Breast ultrasound scan.
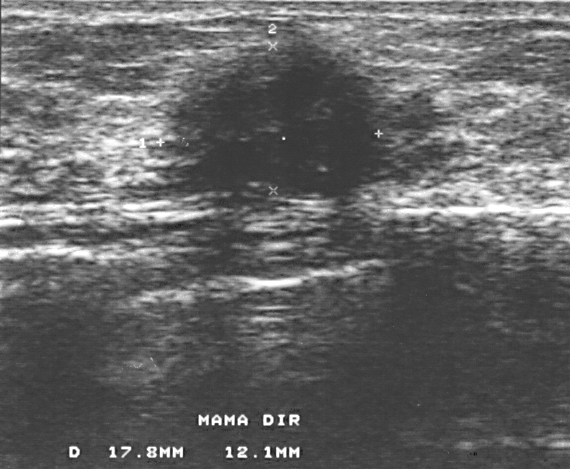
A mass is present on this breast ultrasound scan. BI-RADS category 4. The biopsy result was invasive ductal carcinoma; the mass is malignant.